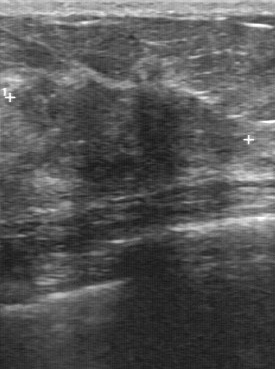
Imaging: breast ultrasound.
BI-RADS 5 in the original read. A second, independent read describes the lesion as follows. The margin is irregular. Boundary: unclear. Echo pattern: hypoechoic. The lesion contains multiple calcifications. The biopsy result was invasive ductal carcinoma; the lesion is malignant.